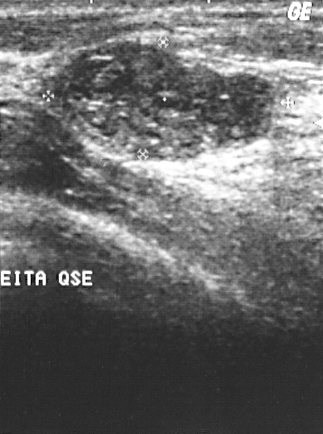
Modality: breast ultrasound scan.
Coordinates are pixels in the 323x434 image. Segment the mass: bounding box 56 41 274 159. BI-RADS 2.